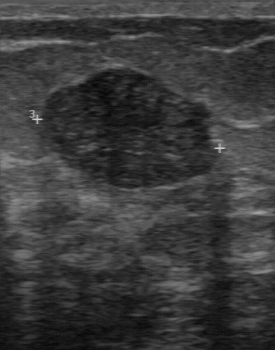
Scanner: GE Logiq 7 @10-14MHz. Breast sonogram.
Biopsy or follow-up result: benign. BI-RADS assessment: 3.
OUTCOME ON BIOPSY OR FOLLOW-UP: benign.